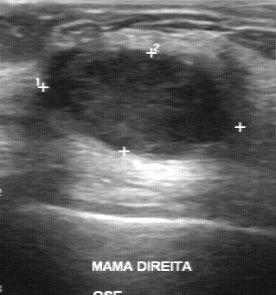
Modality: breast ultrasound image.
This breast ultrasound image shows a breast lesion, malignant on biopsy or follow-up.